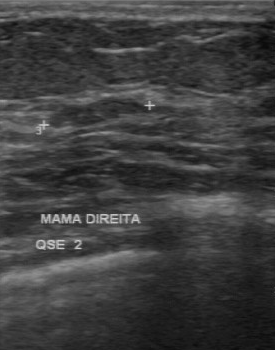
Imaging: breast US.
The finding was assessed as BI-RADS 2 by the original reader. A second reader, independent of the original assessment, describes a hypoechoic finding with a regular margin; the boundary is clear. There are no calcifications. The biopsy result was fibroadenoma; the finding is benign.